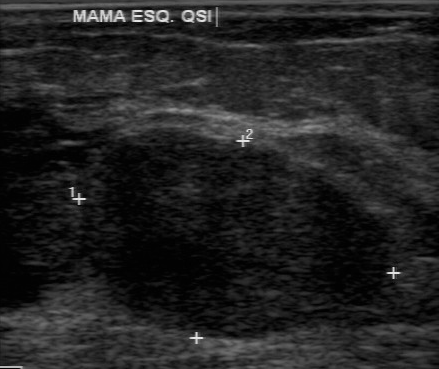
Imaging: breast ultrasound.
- BI-RADS: 4
- pathology: phyllodes tumor
- biopsy or follow-up result: malignant